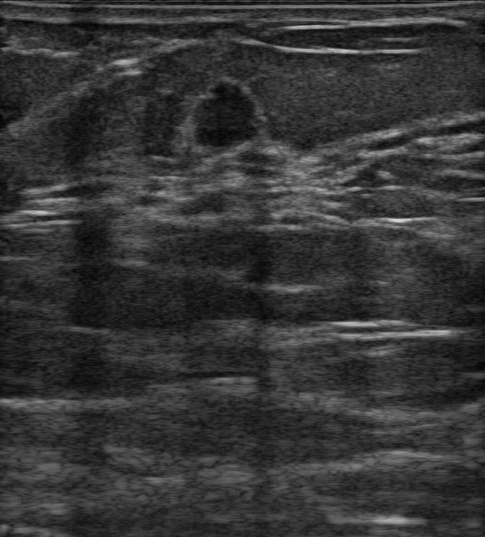
Modality: breast sonogram.
BI-RADS assessment: 4A. No posterior acoustic features are seen. Shape: round. Echogenic halo: present. There are no calcifications. No skin thickening is seen. The mass has a circumscribed margin. Echogenicity: hypoechoic.